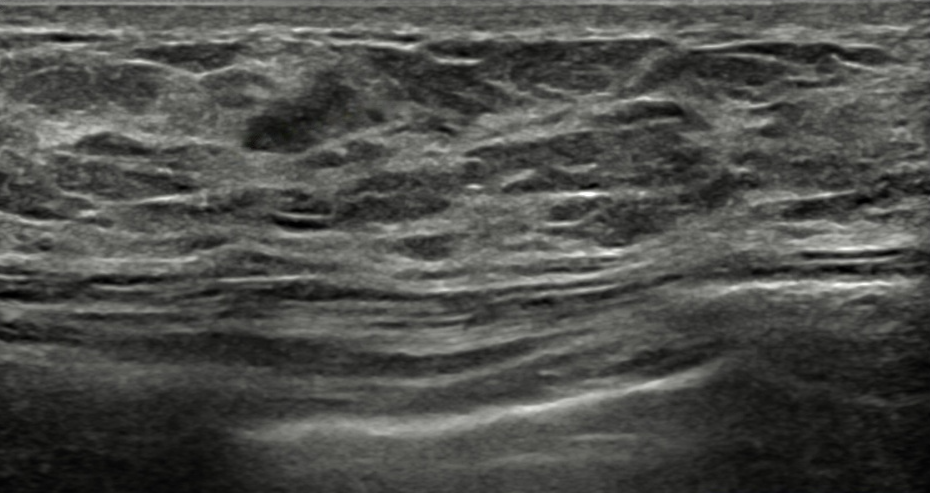
Imaging: breast ultrasound scan. 38-year-old patient.
Mass bounding box: (229,58)-(390,160). The mass is benign on biopsy or follow-up.